Imaging: breast US.
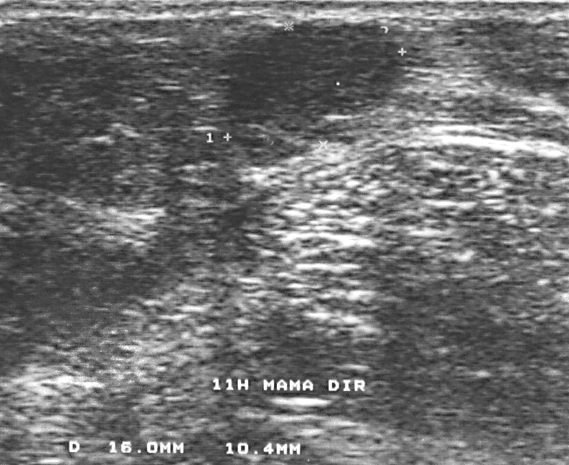
Pixel coordinates (x1, y1, x2, y2): The breast lesion occupies approximately [226, 18, 403, 162]. The breast lesion is benign on biopsy or follow-up.